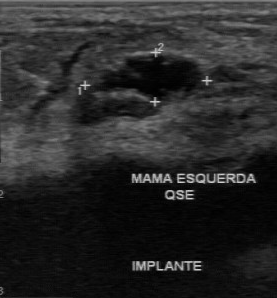
Breast ultrasound image.
BI-RADS 2 in the original read. On a second, independent read, a mass with a regular margin and a clear boundary is seen; it is of mixed cystic and solid echotexture. There are no calcifications. Pathology confirmed benign cyst.